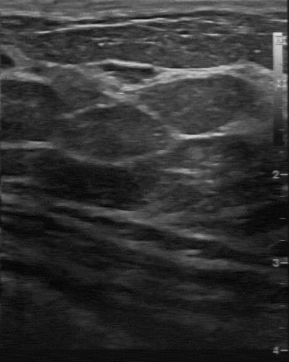
Modality: breast ultrasound image.
The mass was assessed as BI-RADS 4 by the original reader. On a second, independent read, a mass with a regular margin and a clear boundary is seen; it is hypoechoic. Biopsy showed sclerosing adenosis, a benign finding.